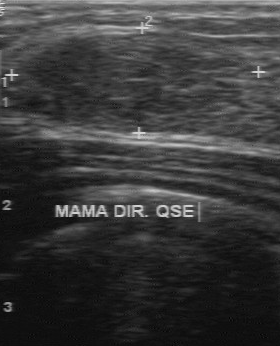
Acquired on GE Logiq 7 @10-14MHz. Imaging: breast ultrasound image.
Biopsy or follow-up result: benign. BI-RADS 3.